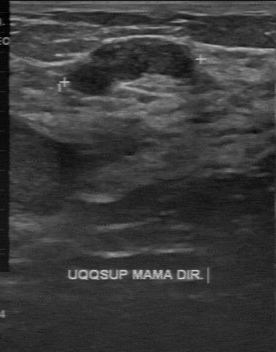
Modality: breast sonogram.
The lesion demonstrates BI-RADS assessment: 3.